Modality: B-mode breast ultrasound.
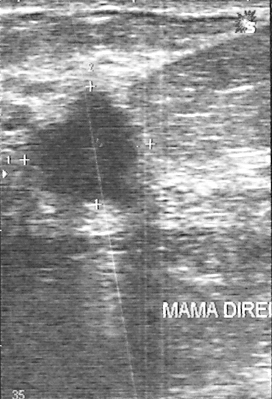
A mass is present on this B-mode breast ultrasound. It was assessed as BI-RADS 4. The biopsy result was invasive ductal carcinoma; the mass is malignant.